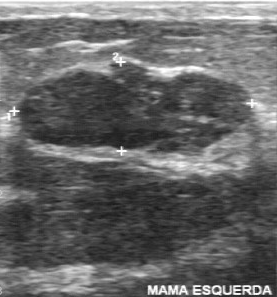
Imaging: breast ultrasound image.
Breast ultrasound image findings:
- calcifications: suspected
- boundary: fairly clear
- lesion margin: partially regular
- echogenicity: hypoechoic